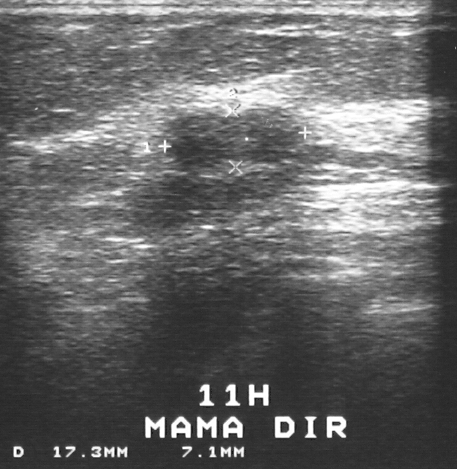
B-mode breast ultrasound.
FINDINGS: Biopsy or follow-up result: benign. BI-RADS category: 3.
OUTCOME ON BIOPSY OR FOLLOW-UP: benign.